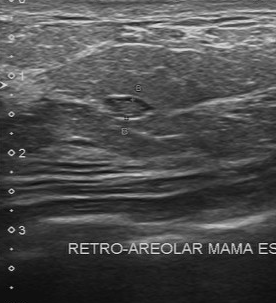
Modality: breast sonogram. Acquired on Toshiba Aplio 300 @12-14 MHz.
- outcome on biopsy or follow-up: benign
- histopathology: apocrine metaplasia
- BI-RADS assessment: 4